Modality: breast ultrasound image.
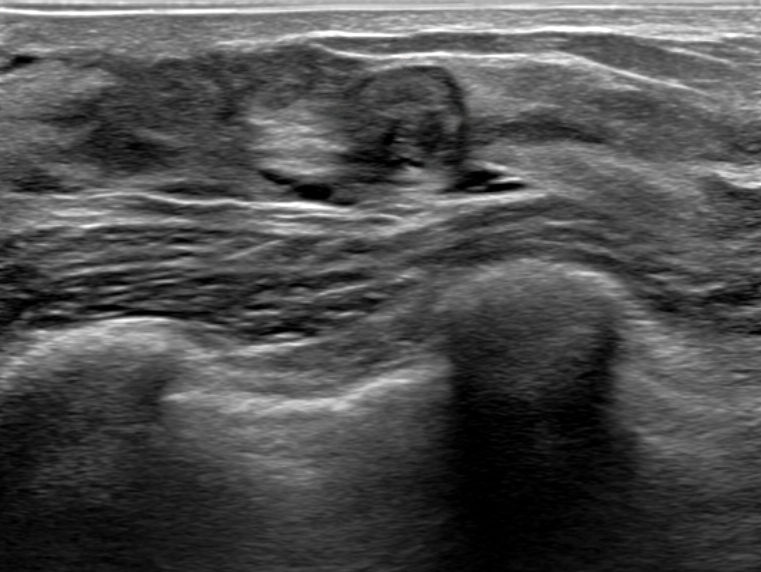
The lesion demonstrates skin thickening: none, circumscribed lesion margin, posterior features: absent, oval shape, biopsy or follow-up result: benign, biopsy result: Intraductal papilloma, heterogeneous echogenicity, BI-RADS category: 4B, radiologic interpretation: Suspicion of malignancy; Intraductal papilloma, calcifications: none.